Modality: breast ultrasound. Acquired on Toshiba Aplio 300 @12-14 MHz.
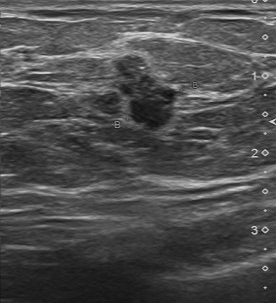
(coordinates in a 276x303 pixel frame) Segment the finding: bounding box [111, 54, 179, 130].